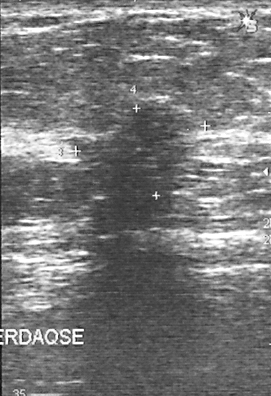
Scanner: GE Logiq 5 @10-12MHz. Modality: breast US.
Finding bounding box: x1=71, y1=105, x2=198, y2=213. The finding is malignant on biopsy or follow-up.